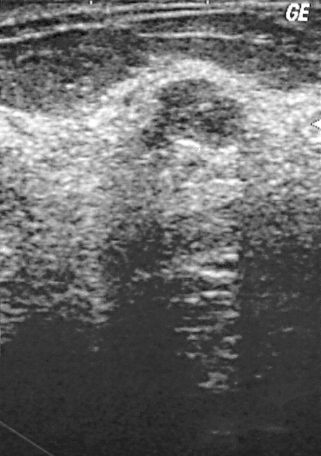
Imaging: breast ultrasound scan.
(coordinates in a 321x456 pixel frame) Segment the breast lesion: bounding box (139,78)-(250,151). The breast lesion is benign on biopsy or follow-up.